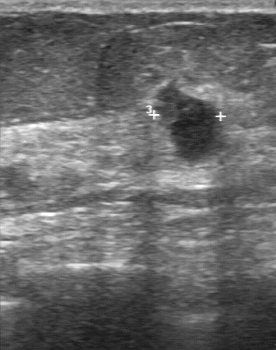
Imaging: breast US.
BI-RADS 4 in the original read; on a second read the margin is partially regular, the boundary fairly clear and the mass hypoechoic. No calcifications are seen. Pathology confirmed malignant invasive ductal carcinoma.